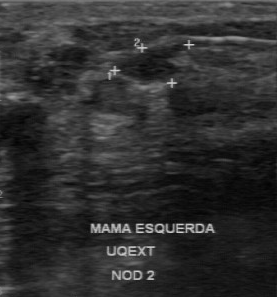
Modality: breast US.
The breast lesion demonstrates calcifications: none, clear lesion boundary, partially regular lesion margin, hypoechoic internal echoes, confirmed outcome (biopsy or follow-up): benign.